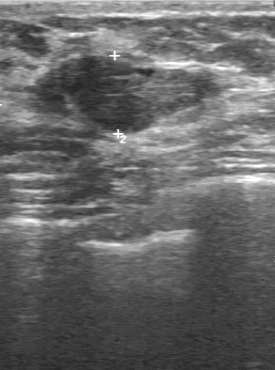
Modality: breast ultrasound image.
(coordinates in a 275x370 pixel frame) Lesion region of interest: top-left (37, 57), bottom-right (207, 135). BI-RADS 3.